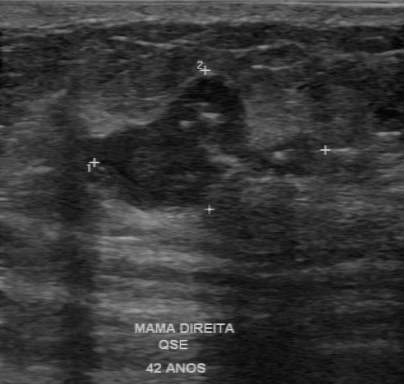
Breast sonogram.
FINDINGS: Breast sonogram. Boundary: clear. Lesion margin: irregular. Histopathology: sclerosing adenosis. Echogenicity: heterogeneous. Calcifications: multiple clustered microcalcifications.
OUTCOME ON BIOPSY OR FOLLOW-UP: benign.